Modality: B-mode breast ultrasound.
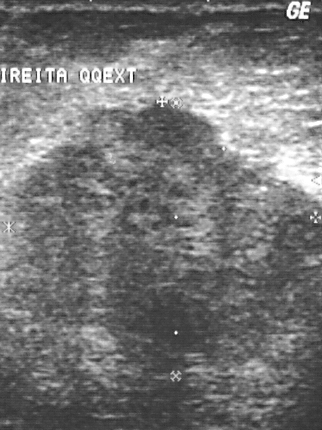
This B-mode breast ultrasound shows a finding. Assessment: BI-RADS 5. Histopathology: invasive ductal carcinoma (malignant).